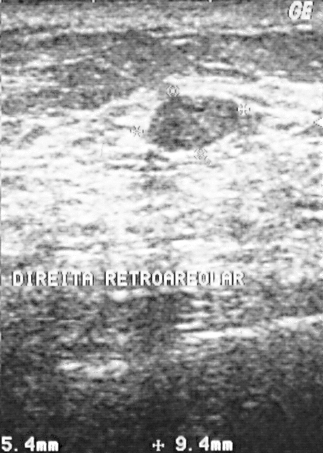
Acquired on GE Logiq 5 @10-12MHz. Imaging: breast ultrasound scan.
A mass is present on this breast ultrasound scan. It was assessed as BI-RADS 2. Biopsy showed fibroadenoma, a benign finding.